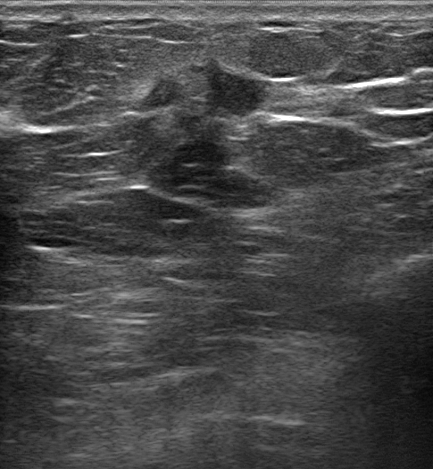
Modality: B-mode breast ultrasound.
Assigned BI-RADS 5. Outcome on biopsy or follow-up: malignant. An echogenic halo is present. Posterior shadowing is present. The finding has angular and indistinct margins. Shape: irregular. No skin thickening is seen. Internally the finding is heterogeneous. Calcifications: none.